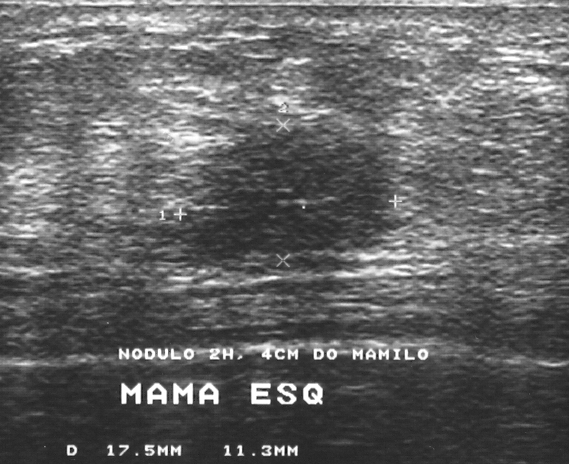
Imaging: breast US.
Coordinates are pixels in the 569x464 image. The mass occupies approximately (161, 125) to (406, 264). The mass is malignant on biopsy or follow-up.